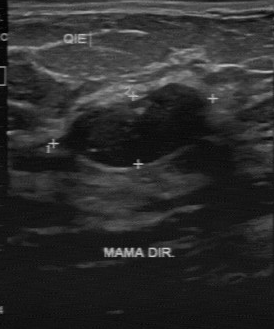
Breast sonogram. Acquired on GE Logiq 7 @10-14MHz.
(coordinates in a 274x329 pixel frame) Mass bounding box: [70, 84, 200, 166]. The mass is benign on biopsy or follow-up.